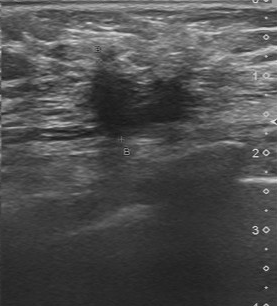
Breast ultrasound.
Lesion characteristics:
- BI-RADS assessment: 4